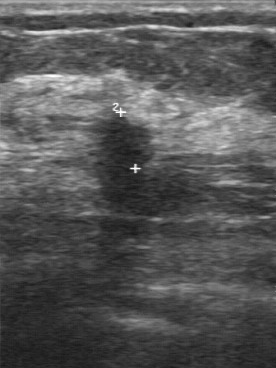
Modality: breast sonogram.
FINDINGS: Boundary: unclear. Contour: irregular. Echo pattern: hypoechoic. Calcifications: none.